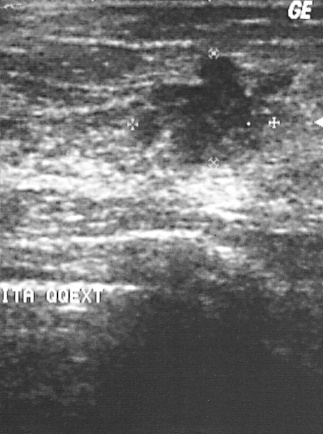
Imaging: breast ultrasound scan.
(coordinates in a 323x434 pixel frame) Lesion region of interest: (127, 53) to (301, 168).